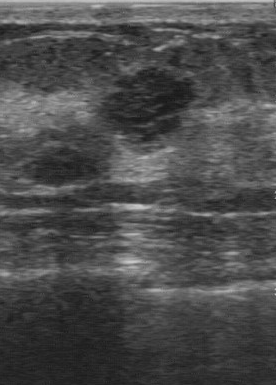
Scanner: GE Logiq 7 @10-14MHz. Imaging: breast ultrasound image.
- BI-RADS: 4
- histopathology: fibroadenoma
- outcome on biopsy or follow-up: benign